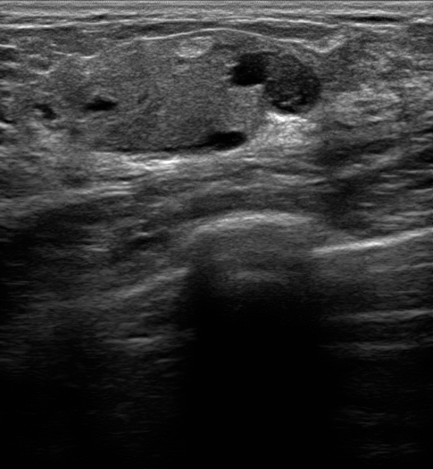
Modality: breast ultrasound scan. Patient age: 29.
(coordinates in a 433x469 pixel frame) Lesion region of interest: [27, 32, 331, 159]. The lesion is benign on biopsy or follow-up. BI-RADS 4A.